Breast ultrasound image.
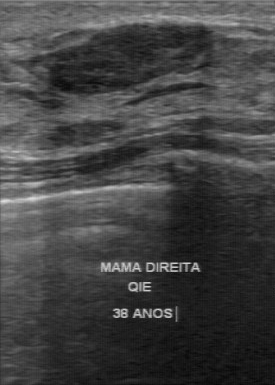
- calcifications: none
- echogenicity: hypoechoic
- lesion margin: regular
- lesion boundary: clear
- biopsy or follow-up result: benign